Modality: breast sonogram.
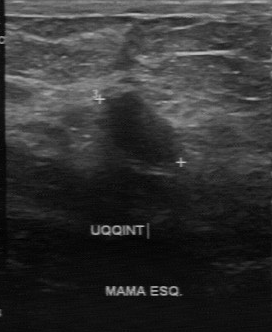
Lesion: benign on biopsy or follow-up. BI-RADS 2.